Imaging: breast US. Acquired on GE Logiq 5 @10-12MHz.
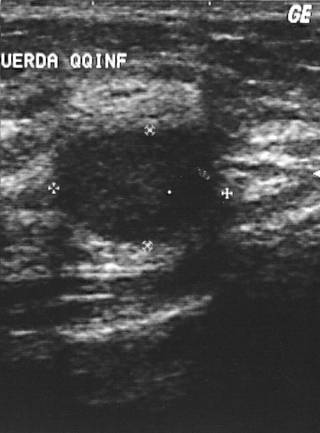
Biopsy or follow-up result: benign. BI-RADS 2.